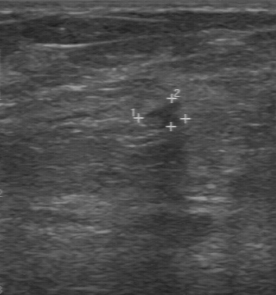
Scanner: GE Logiq 7 @10-14MHz. Modality: breast sonogram.
Lesion region of interest: (140,101)-(182,130). BI-RADS 3.